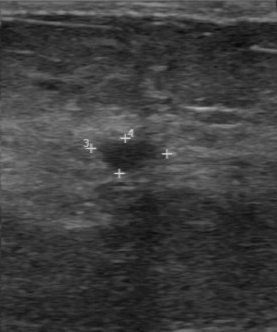
Imaging: breast sonogram.
FINDINGS: Confirmed outcome (biopsy or follow-up): benign. BI-RADS category: 3. Biopsy result: fibroadenoma.
OUTCOME ON BIOPSY OR FOLLOW-UP: benign.